Imaging: breast ultrasound image.
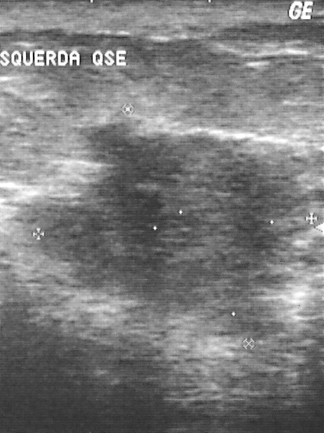
Coordinates are pixels in the 324x433 image. Lesion region of interest: 22 114 317 337.